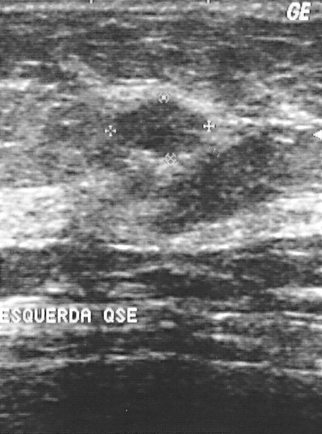
Acquired on GE Logiq 5 @10-12MHz. Modality: breast US.
Biopsy showed fibrocystic changes, a benign finding. Assigned BI-RADS 2.